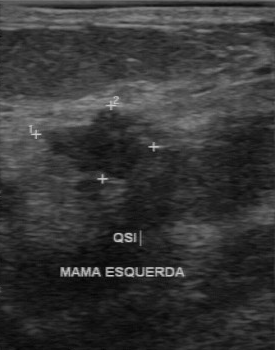
Acquired on GE Logiq 7 @10-14MHz. Imaging: B-mode breast ultrasound.
The BI-RADS category is 4. Histopathology is fibroadenoma. The biopsy or follow-up result is benign.